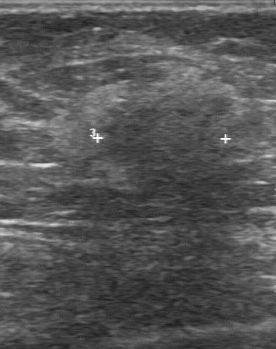
Acquired on GE Logiq 7 @10-14MHz. Imaging: breast sonogram.
The original reader assigned BI-RADS 5. Findings on the second read (an independent reader): a heterogeneous finding, margin irregular, boundary unclear. Calcifications: none. Biopsy showed invasive ductal carcinoma, a malignant finding.